Modality: breast sonogram.
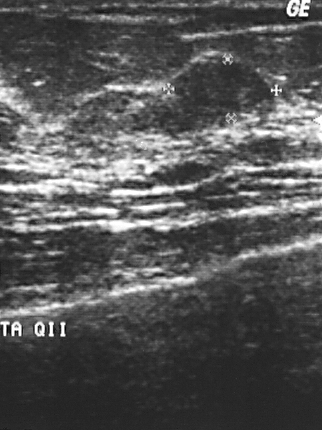
Pixel coordinates (x1, y1, x2, y2): The finding is located within the bounding box (172, 61) to (270, 115). The finding is benign on biopsy or follow-up.